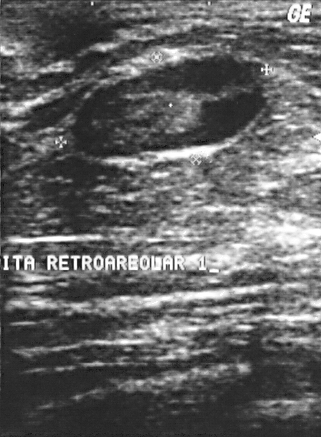
Modality: B-mode breast ultrasound.
The biopsy result was fat necrosis; the mass is benign. BI-RADS category 4.